Imaging: breast sonogram. Scanner: Toshiba Aplio 300 @12-14 MHz.
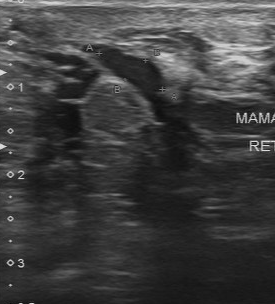
Original-read BI-RADS category: 2. Findings on the second read (an independent reader): a slightly hypoechoic mass, margin regular, boundary fairly clear. Calcifications: none. The biopsy result was apocrine metaplasia; the mass is benign.